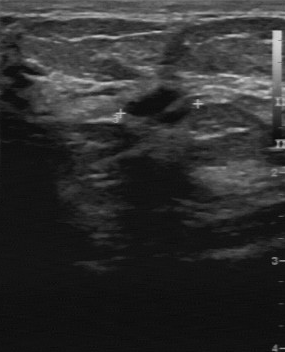
Breast ultrasound.
(coordinates in a 285x352 pixel frame) Lesion region of interest: top-left (123, 84), bottom-right (195, 127). The lesion is benign on biopsy or follow-up.